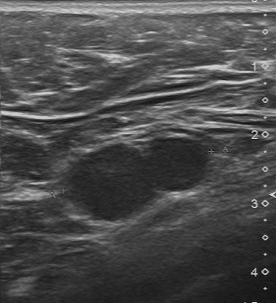
Modality: breast US.
The original reader assigned BI-RADS 4.
A second, independent read describes the lesion as follows.
The margin is partially regular.
Its boundary is clear.
Echo pattern: hypoechoic.
There are no calcifications.
Biopsy showed invasive ductal carcinoma, a malignant finding.